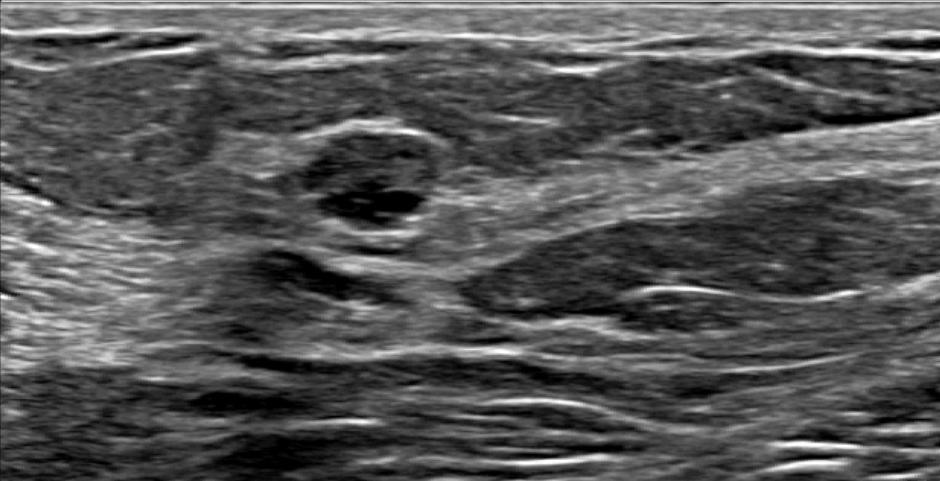
Imaging: breast ultrasound. Background echotexture is homogeneous: fat.
Finding: lesion, benign on biopsy or follow-up. BI-RADS 4B.